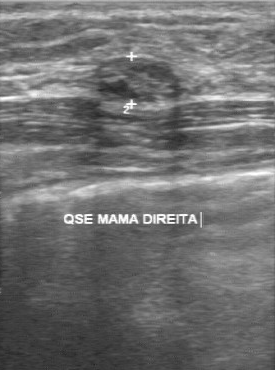
Breast sonogram.
Lesion characteristics:
- BI-RADS category: 3
- outcome on biopsy or follow-up: benign
- pathology: fibroadenoma